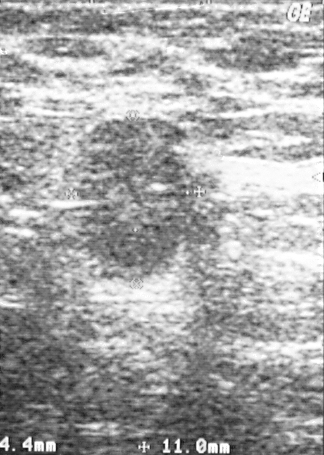
Scanner: GE Logiq 5 @10-12MHz. Modality: breast ultrasound scan.
The outcome on biopsy or follow-up is malignant. The BI-RADS category is 5.